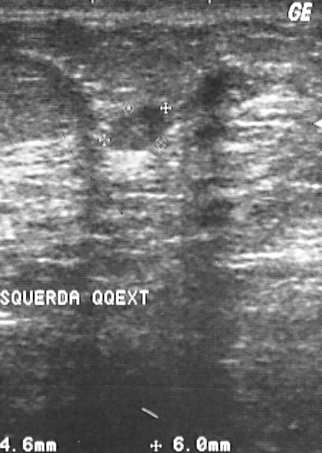
Imaging: breast ultrasound image.
Lesion region of interest: (107,107)-(163,152).